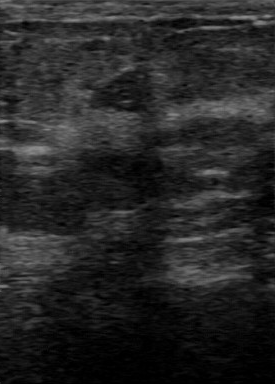
Breast ultrasound image.
(coordinates in a 275x384 pixel frame) Lesion region of interest: (91,66)-(154,110).